Modality: B-mode breast ultrasound.
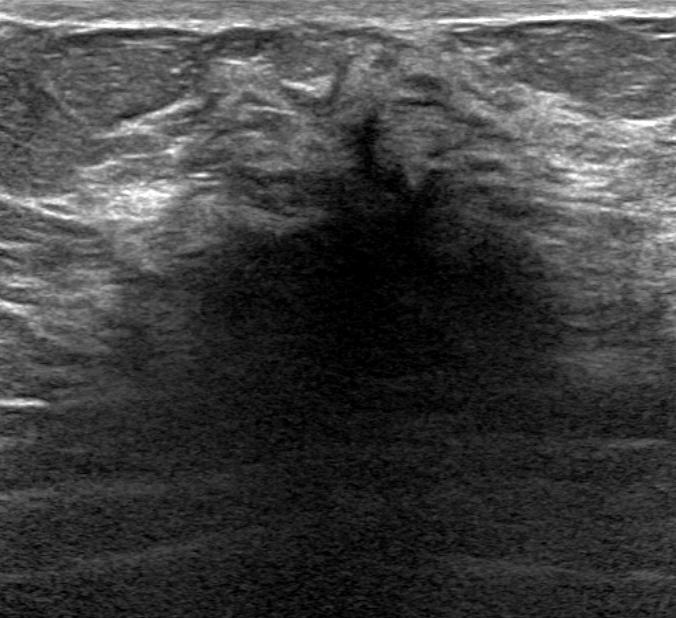
An echogenic halo is present.
The breast lesion is irregular in shape.
Internally the breast lesion is hypoechoic.
Margin: not circumscribed, spiculated and indistinct.
There is skin thickening.
There are no calcifications.
Posterior features: shadowing.
This breast lesion proved malignant on biopsy or follow-up.
Differential on reading: Suspicion of malignancy.
BI-RADS assessment: 4C.
Biopsy confirmed invasive lobular carcinoma.